Modality: B-mode breast ultrasound.
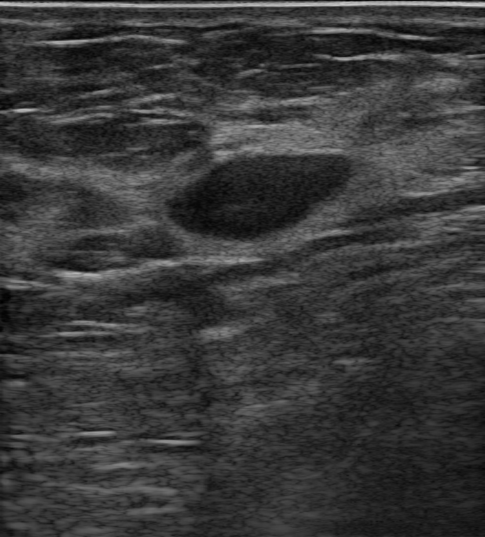
This B-mode breast ultrasound shows a breast lesion, benign on biopsy or follow-up. BI-RADS 3.